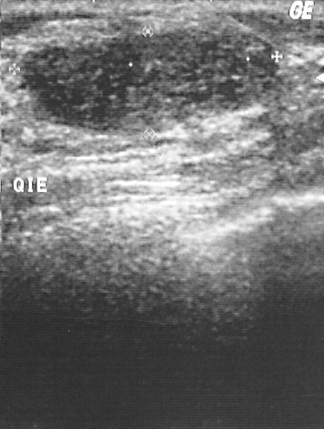
Acquired on GE Logiq 5 @10-12MHz. B-mode breast ultrasound.
A lesion is present on this B-mode breast ultrasound. Assessment: BI-RADS 2. Histopathology: fibroadenoma (benign).